Imaging: breast sonogram.
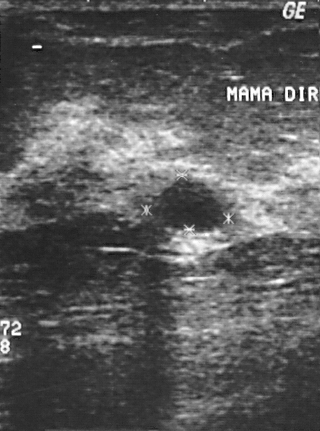
Biopsy result: cyst. BI-RADS assessment: 2.
OUTCOME ON BIOPSY OR FOLLOW-UP: benign.